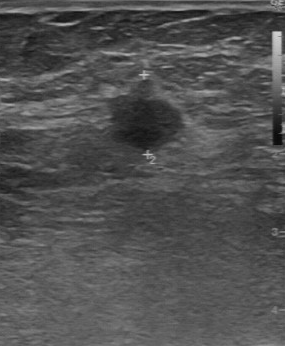
Breast ultrasound.
Pixel coordinates (x1, y1, x2, y2): Lesion region of interest: 105 80 182 151. BI-RADS 4.